Modality: B-mode breast ultrasound.
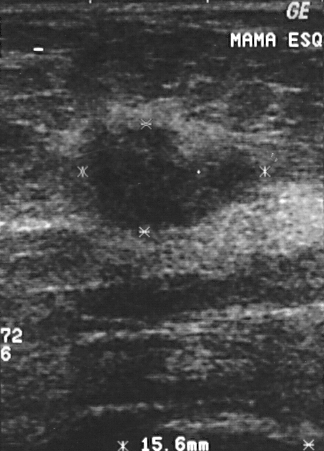
BI-RADS category 4. Biopsy showed invasive ductal carcinoma, a malignant finding. The breast lesion is malignant on biopsy or follow-up.